Breast ultrasound.
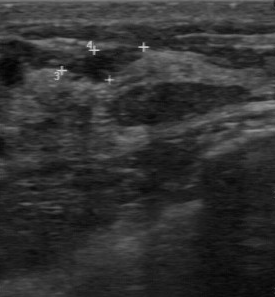
Coordinates are pixels in the 275x297 image. The finding is located within the bounding box [68, 46, 138, 83]. The finding is benign on biopsy or follow-up.